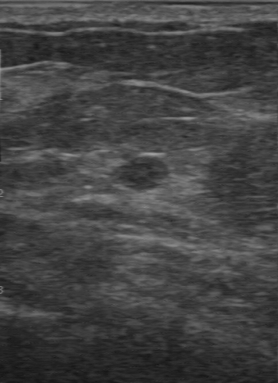
Modality: breast sonogram. Scanner: GE Logiq 7 @10-14MHz.
FINDINGS: BI-RADS (second read): 2. Boundary: fairly clear. Echogenicity: hypoechoic. Calcifications: absent.